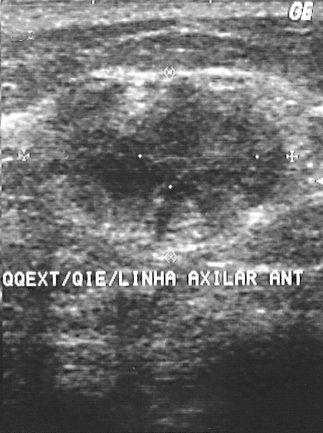
Imaging: breast ultrasound image.
Assigned BI-RADS 4.
Histopathology: invasive ductal carcinoma (malignant).
This mass proved malignant on biopsy or follow-up.